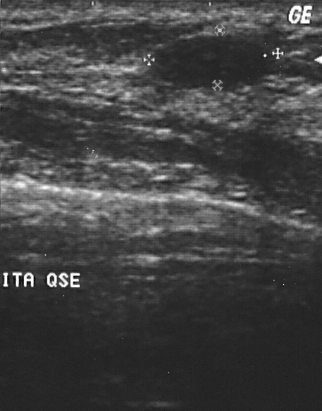
Modality: B-mode breast ultrasound. Scanner: GE Logiq 5 @10-12MHz.
(coordinates in a 322x411 pixel frame) Finding bounding box: [155, 37, 265, 88]. BI-RADS 2.